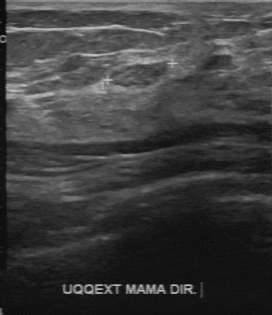
Imaging: breast sonogram.
FINDINGS: Breast sonogram. Lesion margin: regular. Calcifications: absent. Independent BI-RADS assessment: 3. Echogenicity: slightly hypoechoic. Boundary: clear.
OUTCOME ON BIOPSY OR FOLLOW-UP: benign.